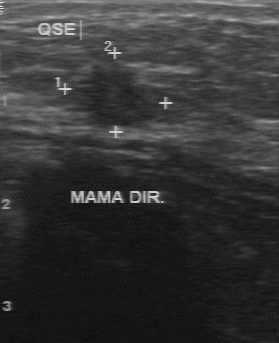
Imaging: breast ultrasound image.
FINDINGS: Breast ultrasound image. Internal echoes: hypoechoic. Boundary: somewhat unclear. Lesion margin: partially regular. Pathology: invasive ductal carcinoma. Biopsy or follow-up result: malignant. Calcifications: absent.
OUTCOME ON BIOPSY OR FOLLOW-UP: malignant.